Breast ultrasound scan. Acquired on GE Logiq 7 @10-14MHz.
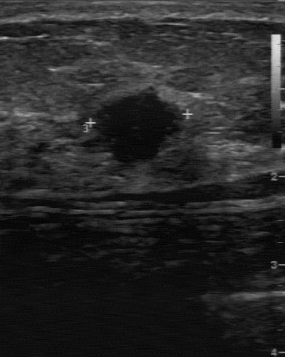
Finding: mass, malignant on biopsy or follow-up. BI-RADS 4.